Modality: breast ultrasound scan.
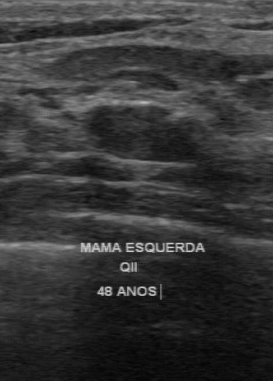
Biopsy or follow-up result: benign. BI-RADS 3.